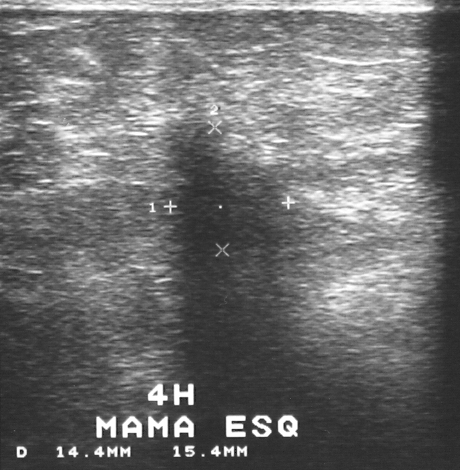
Imaging: breast ultrasound.
The breast lesion is located within the bounding box x1=159, y1=116, x2=303, y2=258. BI-RADS 4.